Breast US.
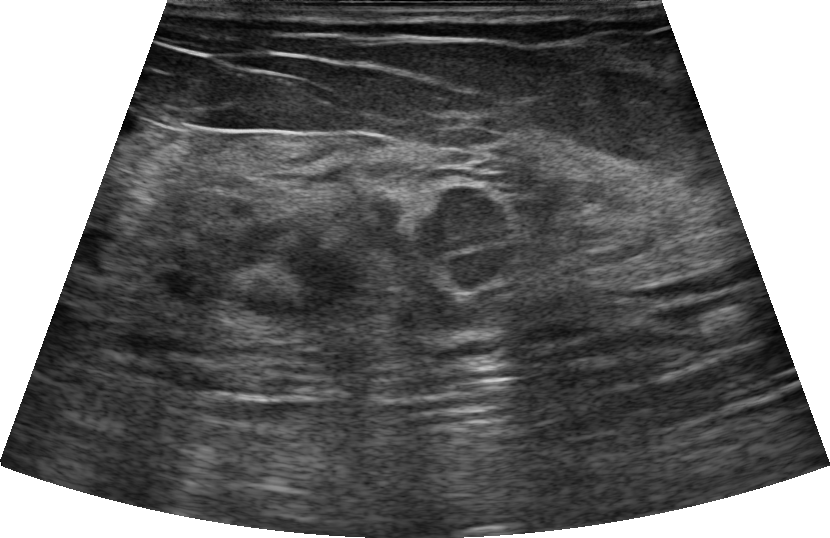
Outcome on biopsy or follow-up: malignant.